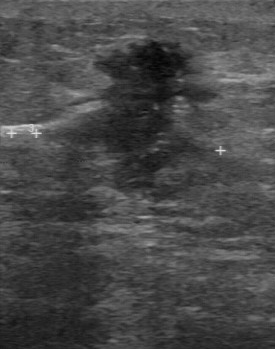
Imaging: breast sonogram.
- internal echoes: hypoechoic
- contour: irregular
- boundary: unclear
- calcifications: multiple clustered microcalcifications